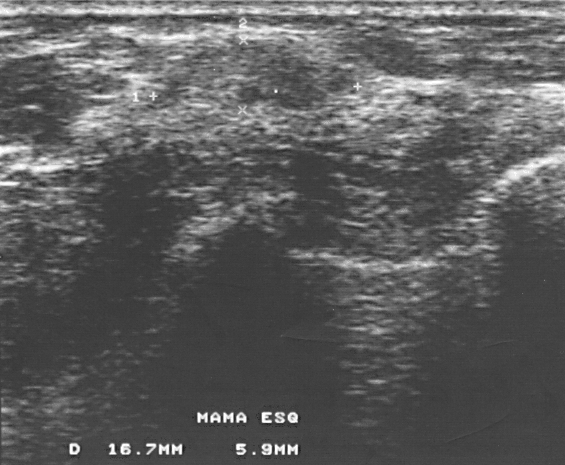
Breast ultrasound image. Acquired on GE Logiq 5 @10-12MHz.
Pixel coordinates (x1, y1, x2, y2): The finding occupies approximately x1=172, y1=39, x2=321, y2=108. The finding is benign on biopsy or follow-up.